Modality: breast ultrasound.
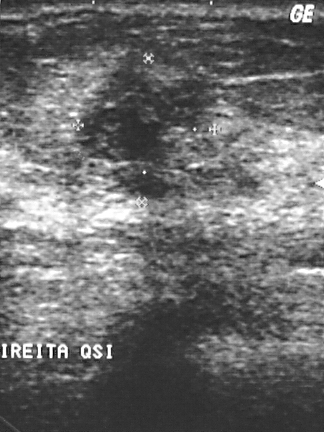
- BI-RADS: 4
- confirmed outcome (biopsy or follow-up): malignant